Modality: breast sonogram. Acquired on GE Logiq 7 @10-14MHz.
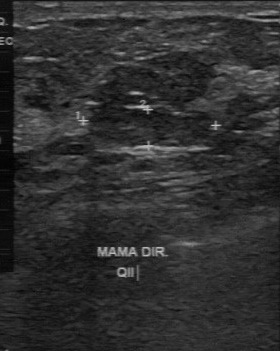
Breast sonogram findings:
- boundary: somewhat unclear
- calcifications: absent
- lesion margin: partially regular
- echogenicity: slightly hypoechoic